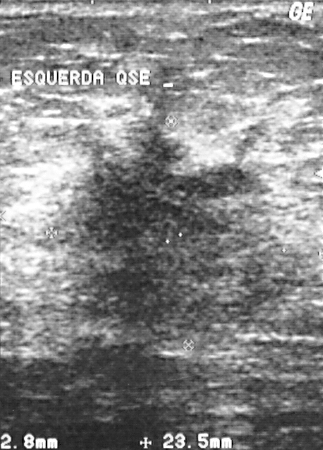
Acquired on GE Logiq 5 @10-12MHz. Modality: breast US.
BI-RADS category: 5.
OUTCOME ON BIOPSY OR FOLLOW-UP: malignant.